Modality: breast ultrasound scan.
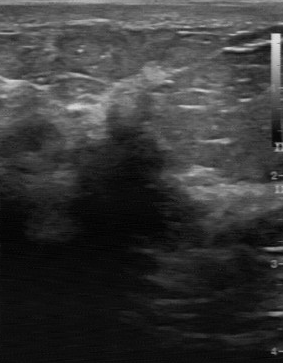
The mass demonstrates biopsy or follow-up result: malignant, independent BI-RADS assessment: 4C, hypoechoic echo pattern, calcifications: absent, irregular contour, unclear lesion boundary.